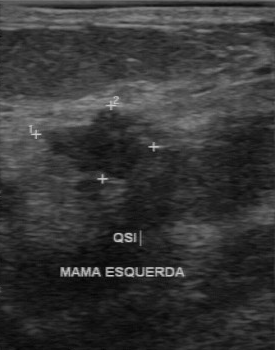
B-mode breast ultrasound.
Lesion boundary: somewhat unclear. Lesion margin: irregular. Biopsy or follow-up result: benign. Echo pattern is hypoechoic. There are no calcifications.